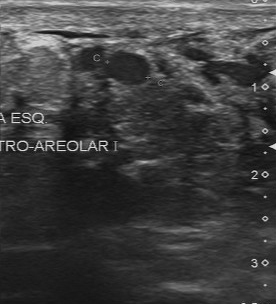
Breast sonogram.
Coordinates are pixels in the 276x304 image. Breast lesion bounding box: x1=106, y1=53, x2=149, y2=84.